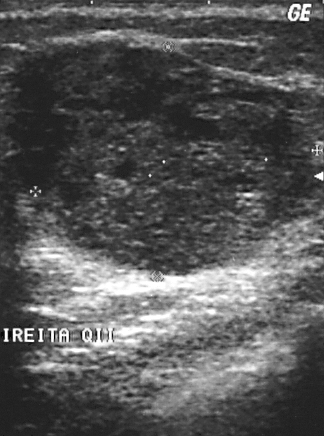
Modality: breast sonogram. Scanner: GE Logiq 5 @10-12MHz.
Histopathology: invasive ductal carcinoma. BI-RADS category 4. The lesion is malignant on biopsy or follow-up.